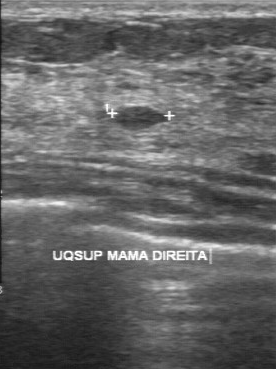
Modality: breast ultrasound.
- margin: regular
- histopathology: ductal carcinoma in situ
- boundary: clear
- calcifications: absent
- echo pattern: slightly hypoechoic